Background tissue composition: heterogeneous: predominantly fat. Imaging: breast ultrasound image.
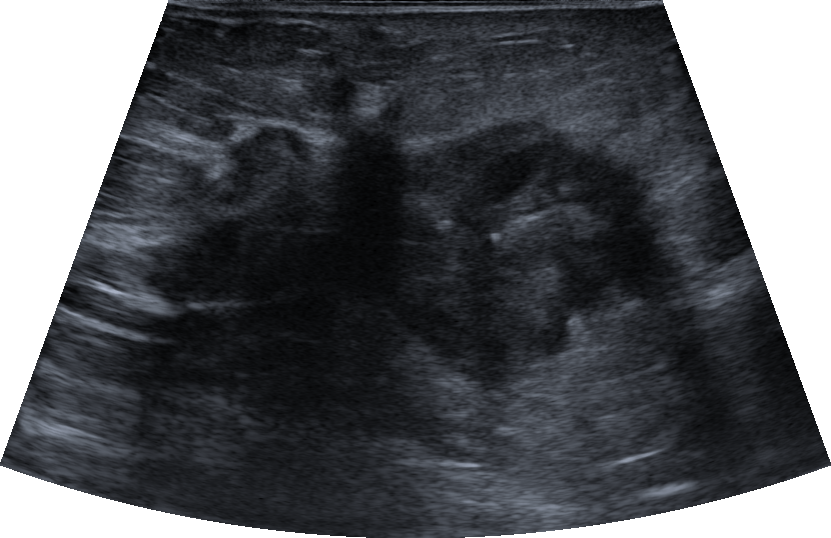
There is an irregular mass that is hypoechoic, with spiculated and indistinct margins. There is posterior acoustic shadowing. There are calcifications in the mass. Echogenic halo: present. The mass is categorized as BI-RADS 5; on biopsy or follow-up it was malignant. Differential on reading: Suspicion of malignancy. Biopsy result: Invasive carcinoma of no special type (NST).